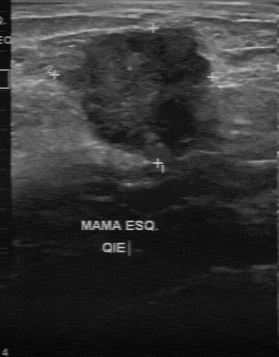
Breast sonogram.
FINDINGS: Contour: irregular. Calcifications: suspected. Biopsy or follow-up result: malignant. Echogenicity: slightly hypoechoic. Second-reader BI-RADS: 4B.